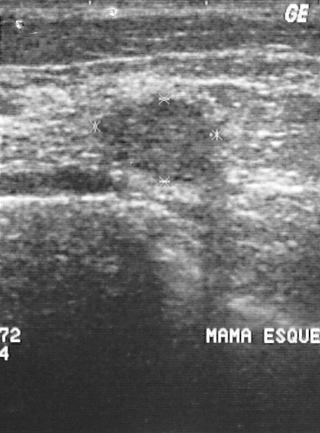
Breast ultrasound. Scanner: GE Logiq 5 @10-12MHz.
Outcome on biopsy or follow-up: benign.